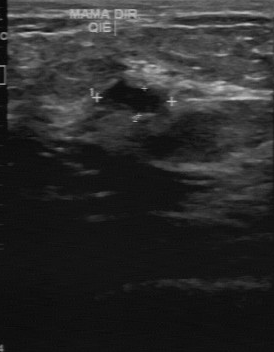
Imaging: B-mode breast ultrasound.
Coordinates are pixels in the 274x352 image. Segment the mass: bounding box (94, 80) to (169, 115). BI-RADS 3.